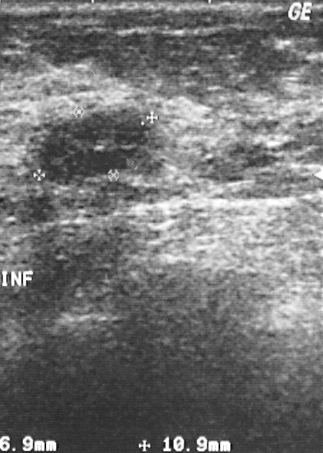
Imaging: breast ultrasound. Acquired on GE Logiq 5 @10-12MHz.
Biopsy or follow-up result: benign.